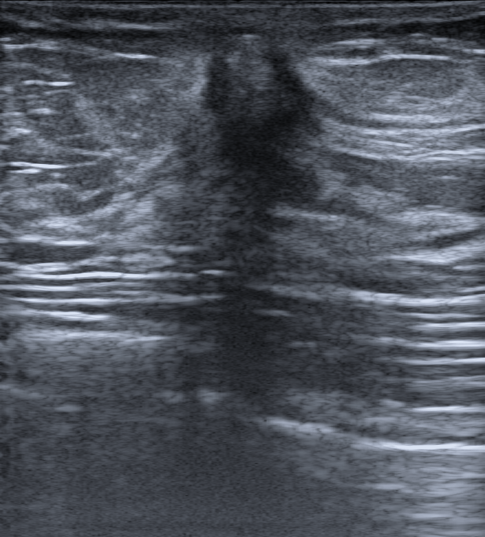
Breast US.
The lesion appears irregular. Margin: not circumscribed, spiculated, microlobulated and indistinct. Its echo pattern is hypoechoic. There is posterior acoustic shadowing. There is an echogenic halo. No calcifications are seen. There is skin thickening. Radiologic interpretation: Suspicion of malignancy. Biopsy confirmed invasive carcinoma of no special type (NST) and ductal carcinoma in situ (DCIS). Assigned BI-RADS 5.